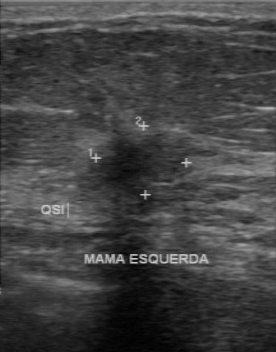
Imaging: breast US. Acquired on GE Logiq 7 @10-14MHz.
The original reader assigned BI-RADS 4. Findings on the second read (an independent reader): a hypoechoic lesion, margin irregular, boundary unclear. No calcifications are seen. The biopsy result was invasive ductal carcinoma; the lesion is malignant.